Modality: B-mode breast ultrasound.
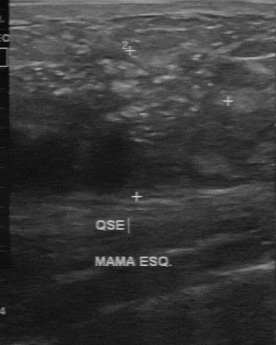
BI-RADS 4 in the original read. On a second, independent read, a lesion with an irregular margin and an unclear boundary is seen; it is heterogeneous. Calcifications: multiple clustered microcalcifications. The biopsy result was invasive ductal carcinoma; the lesion is malignant.